Breast ultrasound scan. Acquired on GE Logiq 7 @10-14MHz.
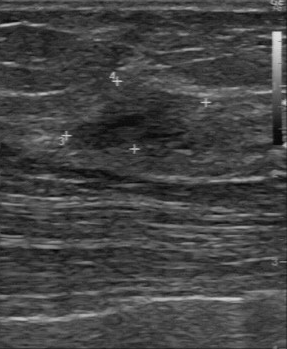
Biopsy or follow-up result: benign.